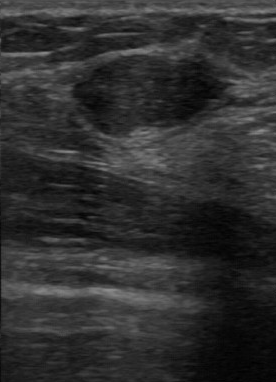
Imaging: breast ultrasound scan. Acquired on GE Logiq 7 @10-14MHz.
Mass: benign on biopsy or follow-up. (BI-RADS category 2.)